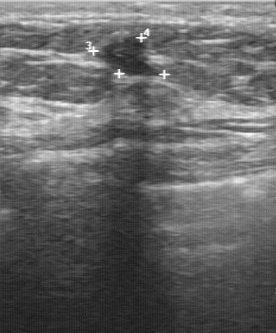
Acquired on GE Logiq 7 @10-14MHz. Modality: breast ultrasound scan.
This breast ultrasound scan shows a lesion with clear lesion boundary, second-reader BI-RADS: 3.